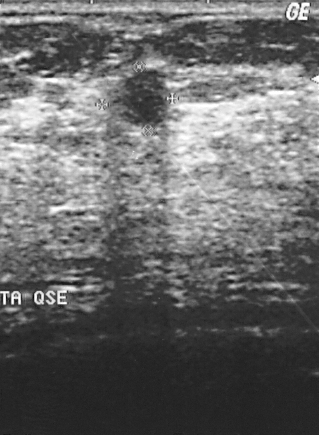
Breast US.
The BI-RADS category is 2. Biopsy result is cyst.